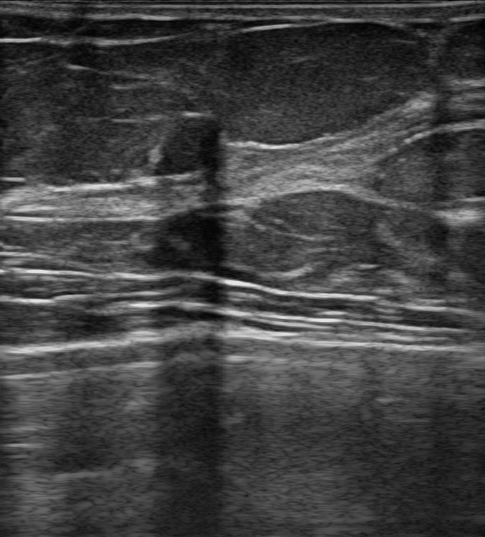
Modality: breast ultrasound image.
Skin thickening: absent. Echogenic halo: none. Confirmed outcome (biopsy or follow-up): benign. BI-RADS assessment: 4A. Margin: circumscribed. Lesion shape: oval. Posterior acoustic features: shadowing.
OUTCOME ON BIOPSY OR FOLLOW-UP: benign.